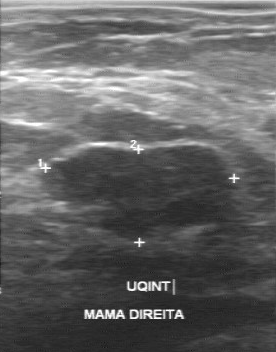
Imaging: breast US.
The lesion was assessed as BI-RADS 3 by the original reader.
Descriptors from an independent second read (not the reader who assigned the category):
The margin is regular.
Boundary: clear.
Internally the lesion is hypoechoic.
There are no calcifications.
Histopathology: fibroadenoma (benign).